Imaging: breast ultrasound.
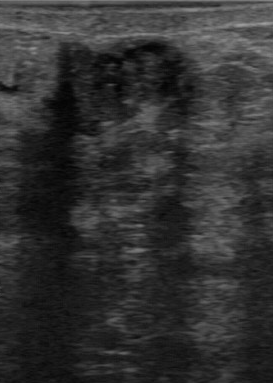
Calcifications: suspected. The contour is partially regular. Boundary is somewhat unclear. The biopsy or follow-up result is malignant. The internal echoes are heterogeneous.